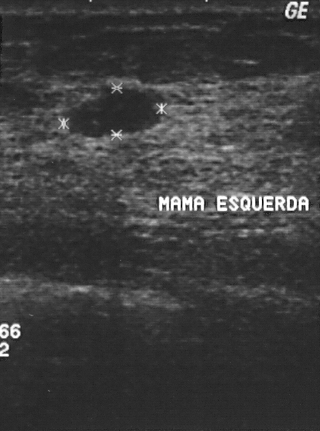
Breast ultrasound.
BI-RADS category 2.
Histopathology: fibroadenoma (benign).